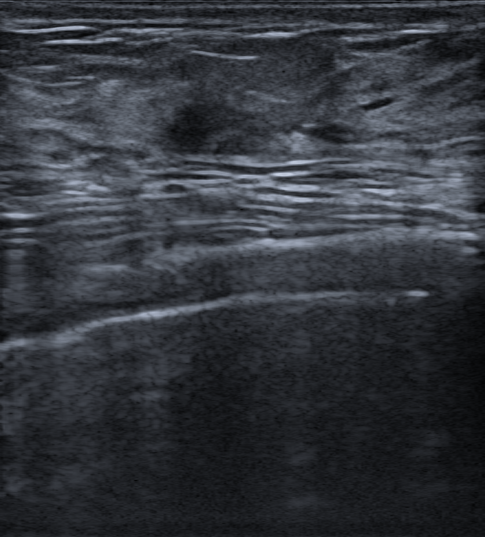
Imaging: B-mode breast ultrasound. Patient age: 76.
There is an irregular breast lesion that is hypoechoic, with margins that are not circumscribed (indistinct). No posterior acoustic features are seen. An echogenic halo is present. BI-RADS 4B; malignant on biopsy or follow-up. Histopathology: Ductal carcinoma in situ (DCIS); Invasive carcinoma of no special type (NST).